Imaging: breast ultrasound.
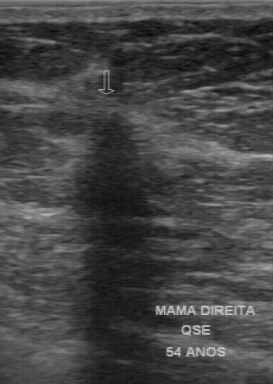
The finding was categorized BI-RADS 4 in the original read. The following findings are from a second reader, independent of the original assessment. The finding has an irregular margin. Boundary: unclear. Internally the finding is hypoechoic. Calcifications: none. Biopsy showed invasive ductal carcinoma, a malignant finding.